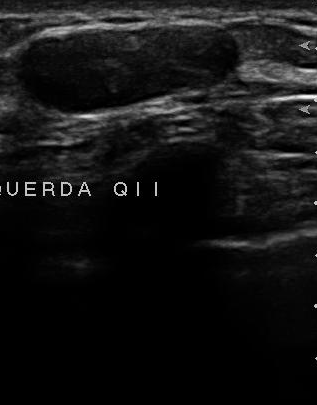
Breast US.
The finding is benign on biopsy or follow-up.